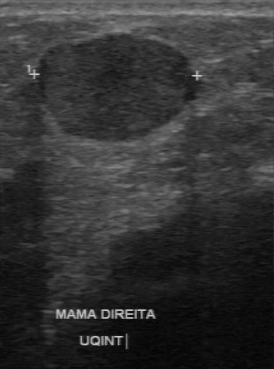
Modality: B-mode breast ultrasound.
The lesion was assessed as BI-RADS 4 by the original reader. A second reader, independent of the original assessment, describes a hypoechoic lesion with a regular margin; the boundary is clear. Calcifications: none. Pathology confirmed malignant papillary carcinoma.